Modality: breast sonogram.
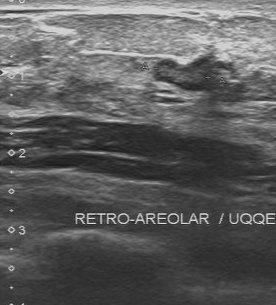
BI-RADS category: 3. The histopathology is hyperplasia.